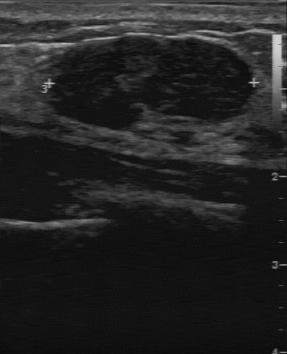
Modality: breast US.
Lesion characteristics:
- echo pattern: hypoechoic
- calcifications: none
- boundary: clear
- lesion margin: regular